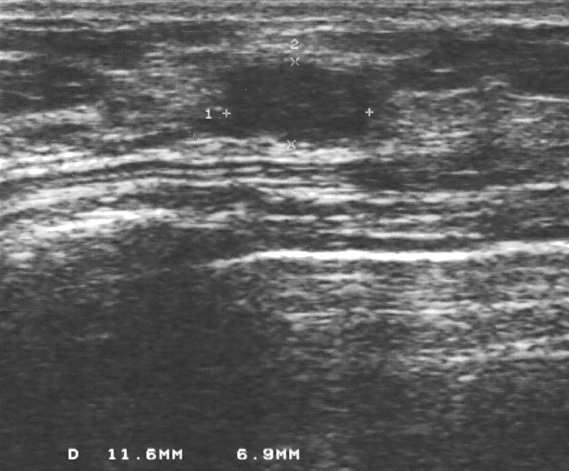
Imaging: B-mode breast ultrasound.
A finding is seen. It was assessed as BI-RADS 3. Pathology confirmed benign fibrocystic changes.